Imaging: breast ultrasound image. Acquired on GE Logiq 5 @10-12MHz.
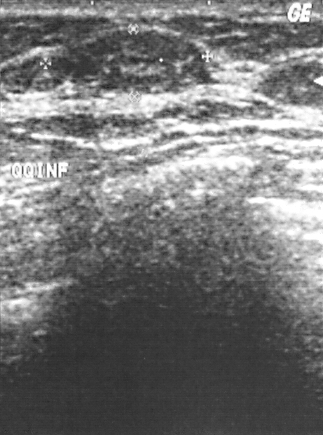
Finding bounding box: top-left (55, 30), bottom-right (203, 94). The finding is benign on biopsy or follow-up.